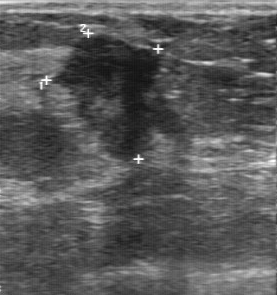
Breast sonogram.
This breast sonogram shows a mass, malignant on biopsy or follow-up. (BI-RADS category 5.)